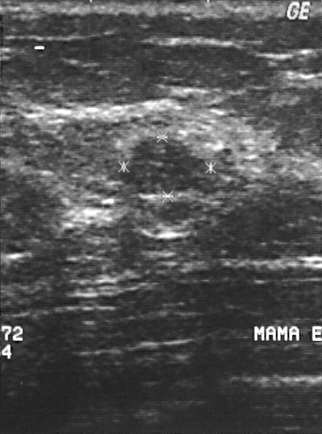
Breast ultrasound image.
Finding: lesion, benign on biopsy or follow-up.